Modality: breast ultrasound scan. Scanner: GE Logiq 7 @10-14MHz.
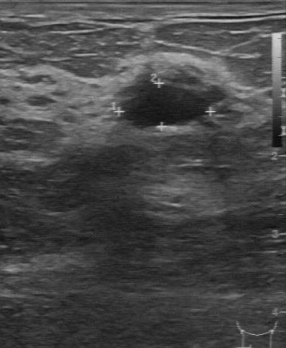
FINDINGS: Breast ultrasound scan. Independent BI-RADS assessment: 3. Echo pattern: hypoechoic. Biopsy or follow-up result: benign.
OUTCOME ON BIOPSY OR FOLLOW-UP: benign.